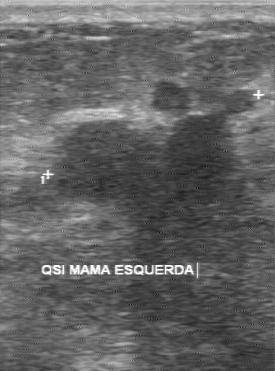
B-mode breast ultrasound.
The original reader assigned BI-RADS 4. Descriptors from an independent second read (not the reader who assigned the category): The lesion has an irregular margin. The lesion boundary is unclear. Echo pattern: hypoechoic. No calcifications are seen. Biopsy showed invasive ductal carcinoma, a malignant finding.